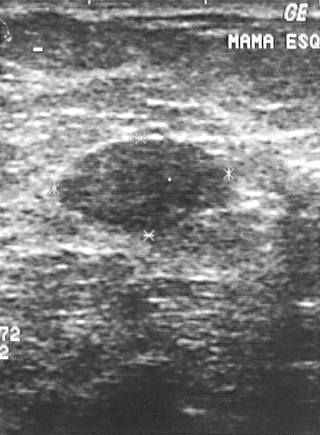
Imaging: breast ultrasound.
This breast ultrasound shows a lesion. Assessment: BI-RADS 3. Pathology confirmed benign fibroadenoma.